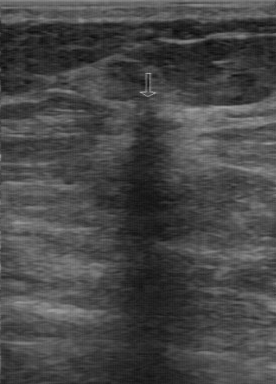
Modality: B-mode breast ultrasound.
The finding is located within the bounding box [104, 102, 176, 216].